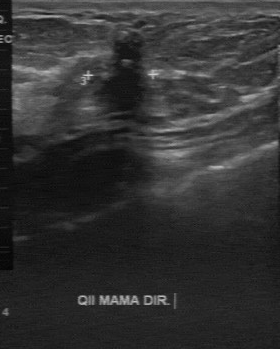
Imaging: breast ultrasound.
BI-RADS 4 in the original read; on a second read the margin is irregular, the boundary unclear and the lesion hypoechoic. Calcification is suspected. Pathology confirmed malignant invasive lobular carcinoma.